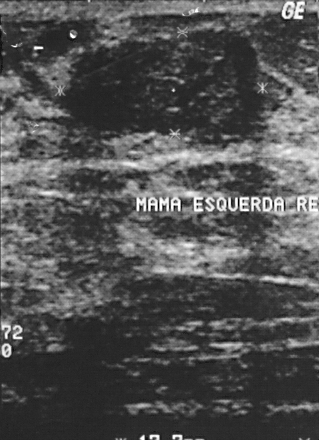
Breast ultrasound.
BI-RADS assessment: 2.
The finding is benign on biopsy or follow-up.
The biopsy result was fibroadenoma; the finding is benign.